Breast sonogram. Background tissue composition: heterogeneous: predominantly fat.
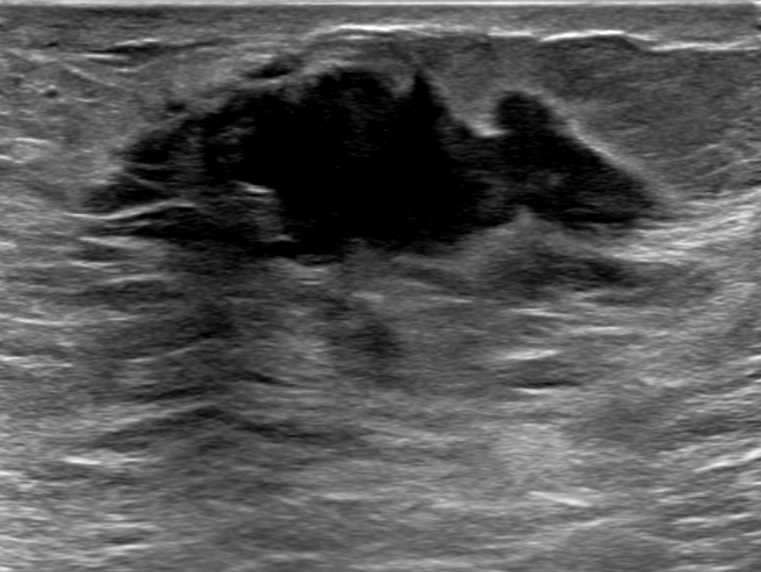
There is an irregular mass that is hypoechoic, with angular and microlobulated margins. There are no posterior features. Skin thickening: present. Calcifications: none. BI-RADS 5; malignant on biopsy or follow-up. Biopsy confirmed invasive carcinoma of no special type (NST).